Acquired on GE Logiq 5 @10-12MHz. Imaging: breast sonogram.
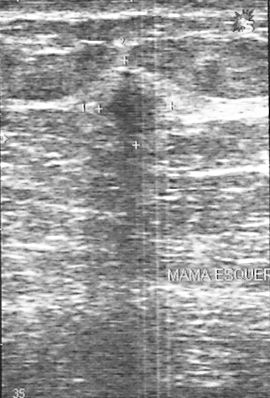
FINDINGS: BI-RADS: 4. Outcome on biopsy or follow-up: malignant.
OUTCOME ON BIOPSY OR FOLLOW-UP: malignant.